Scanner: GE Logiq 5 @10-12MHz. Breast sonogram.
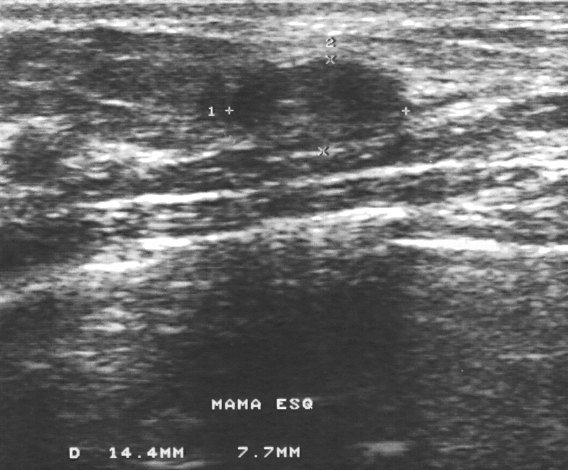
The lesion is benign on biopsy or follow-up. Assigned BI-RADS 3. Histopathology: fibroadenoma (benign).